Breast sonogram. Acquired on GE Logiq 7 @10-14MHz.
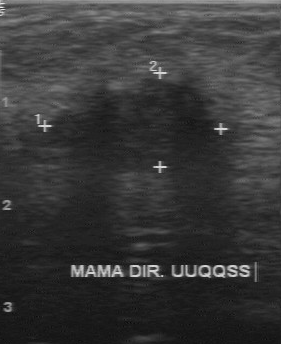
Biopsy or follow-up result: malignant.